Imaging: breast sonogram.
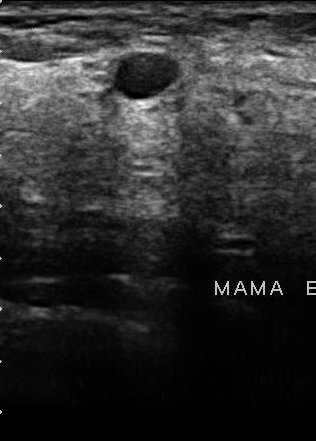
- lesion margin: regular
- confirmed outcome (biopsy or follow-up): benign
- boundary: clear
- echo pattern: anechoic
- calcifications: none